Imaging: B-mode breast ultrasound.
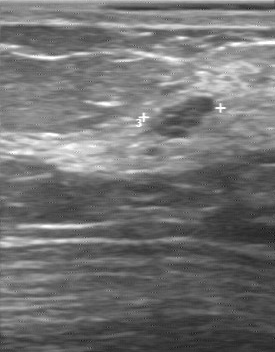
A breast lesion is seen with BI-RADS on independent re-read: 3, clear lesion boundary, biopsy or follow-up result: benign, histopathology: cyst.